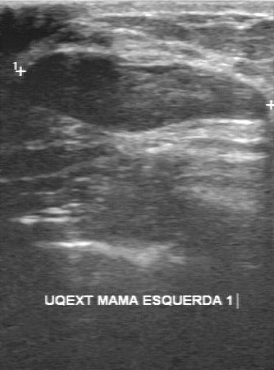
Imaging: breast sonogram.
BI-RADS 3 in the original read.
On a second read by an independent reader:
The lesion boundary is clear.
Margin: partially regular.
Calcifications: none.
The lesion is hypoechoic.
The biopsy result was hyperplasia; the lesion is benign.